Modality: breast ultrasound image. Acquired on GE Logiq 7 @10-14MHz.
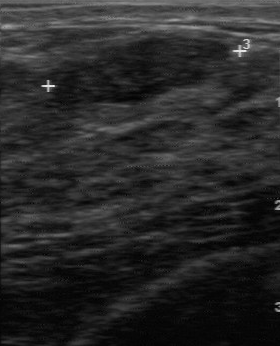
Outcome on biopsy or follow-up: benign.